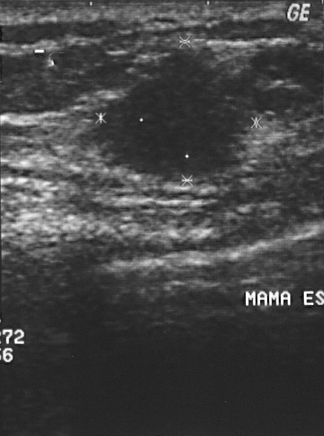
Breast sonogram.
Coordinates are pixels in the 324x436 image. Segment the finding: bounding box (96,42)-(252,179). The finding is malignant on biopsy or follow-up. BI-RADS 4.